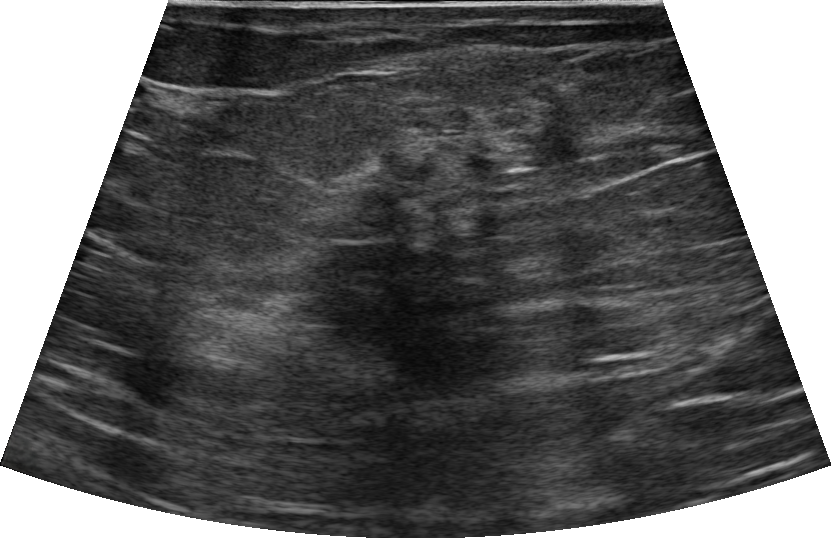
Background tissue composition: heterogeneous: predominantly fibroglandular. Imaging: breast US. Patient age: 57.
There is an oval finding that is heterogeneous, with a circumscribed margin. There is posterior acoustic shadowing. No skin thickening is seen. BI-RADS 3; benign on biopsy or follow-up. Histopathology: Benign mammary dysplasia.